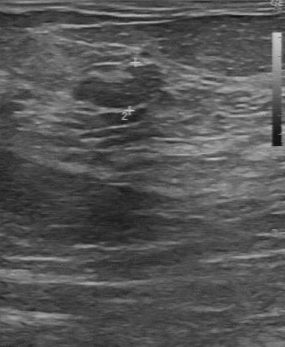
Breast ultrasound image.
Breast ultrasound image findings:
- BI-RADS (second read): 3